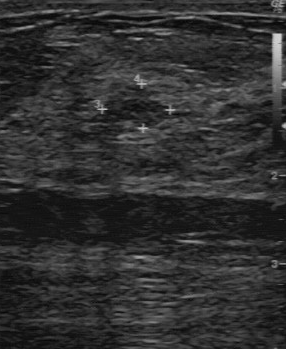
Imaging: breast US.
Pixel coordinates (x1, y1, x2, y2): Lesion region of interest: [103, 86, 166, 126].